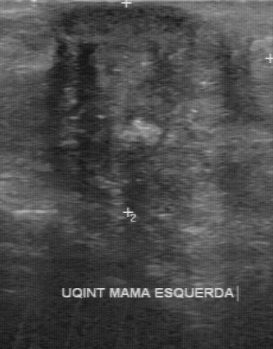
Scanner: GE Logiq 7 @10-14MHz. Breast US.
Original-read BI-RADS category: 4. On a second, independent read, a mass with an irregular margin and an unclear boundary is seen; it is heterogeneous. Calcifications: multiple calcifications. Histopathology: invasive ductal carcinoma (malignant).